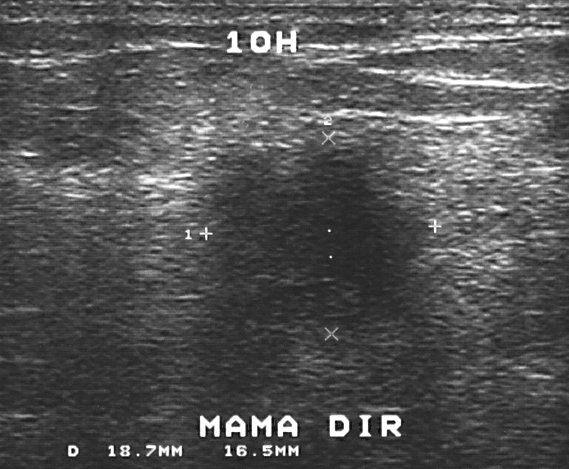
Modality: breast ultrasound image.
Pixel coordinates (x1, y1, x2, y2): The mass occupies approximately [199, 149, 433, 327].